Breast US.
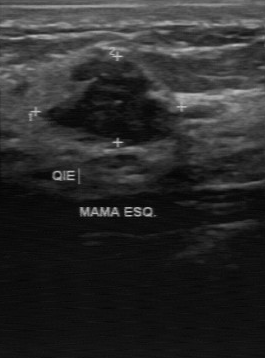
- second-reader BI-RADS: 4A
- calcifications: none
- biopsy or follow-up result: benign